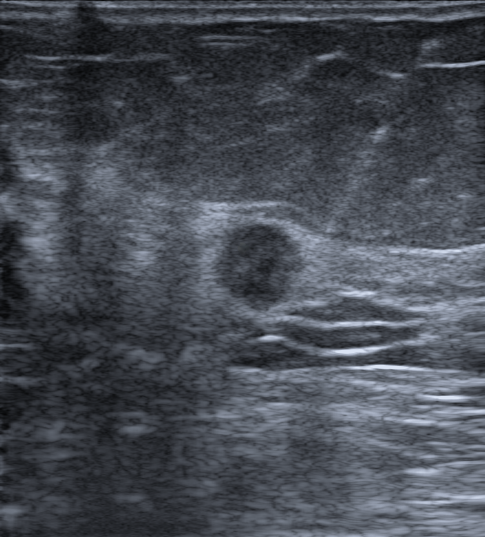
Background echotexture is heterogeneous: predominantly fat. Modality: breast US.
Lesion region of interest: (210,218)-(311,315). The mass is malignant on biopsy or follow-up.